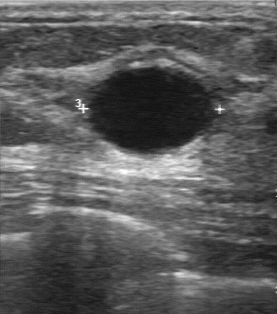
Modality: breast ultrasound.
The original reader assigned BI-RADS 2.
Descriptors from an independent second read (not the reader who assigned the category):
The lesion boundary is clear.
Calcifications: none.
Margin: regular.
The finding is anechoic.
Histopathology: cyst (benign).